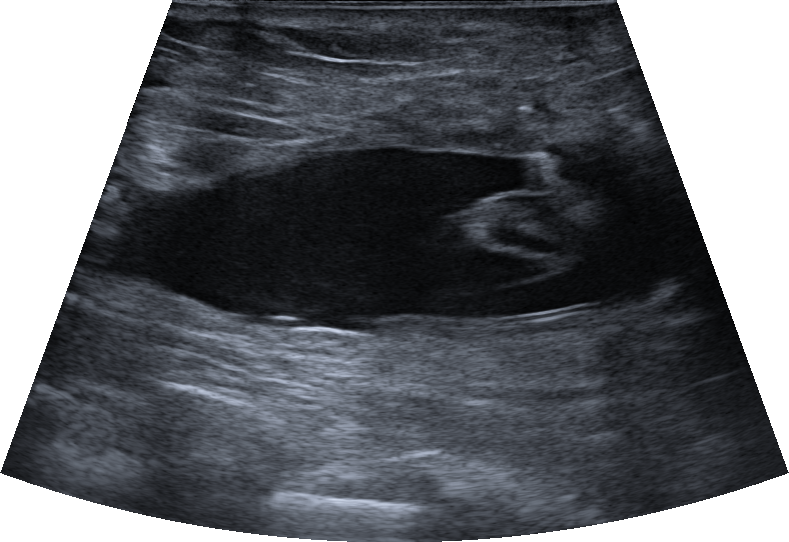
Background tissue composition: homogeneous: fat. Imaging: breast sonogram.
FINDINGS: Skin thickening: present. Verification: confirmed by follow-up care. Calcifications: absent. BI-RADS category: 2. Posterior features: enhancement. Lesion shape: oval. Echogenic halo: absent. Echotexture: anechoic.
OUTCOME ON BIOPSY OR FOLLOW-UP: benign.